B-mode breast ultrasound.
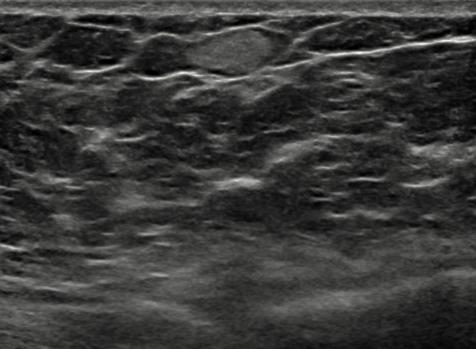
The finding appears oval.
The finding has a circumscribed margin.
Echogenicity: hyperechoic.
Posterior features: none.
Echogenic halo: absent.
There are no calcifications.
Skin thickening: none.
Verification: follow-up care.
BI-RADS assessment: 2.